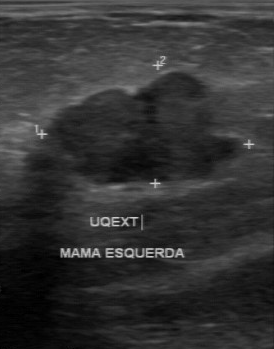
Imaging: breast sonogram.
Breast sonogram findings:
- outcome on biopsy or follow-up: benign
- biopsy result: intraductal papilloma
- BI-RADS assessment: 4